Modality: breast US. Acquired on GE Logiq 5 @10-12MHz.
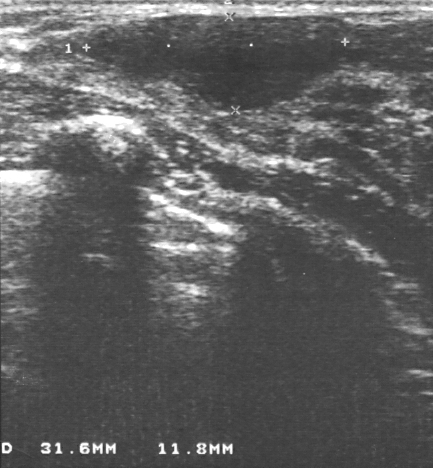
The biopsy result was fibroadenoma. Outcome on biopsy or follow-up: benign. The breast lesion is assessed as BI-RADS 3.